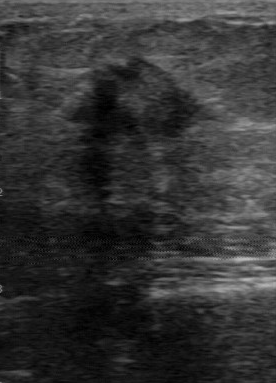
Imaging: breast US.
FINDINGS: Echogenicity: heterogeneous. Contour: irregular. Calcifications: absent. Boundary: unclear. Outcome on biopsy or follow-up: malignant.
OUTCOME ON BIOPSY OR FOLLOW-UP: malignant.